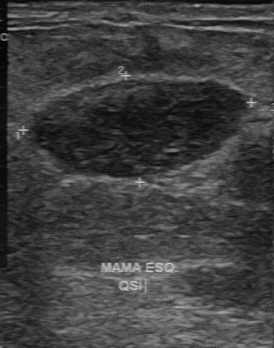
Modality: breast US.
Pixel coordinates (x1, y1, x2, y2): The lesion is located within the bounding box x1=25, y1=77, x2=249, y2=180.